Breast sonogram.
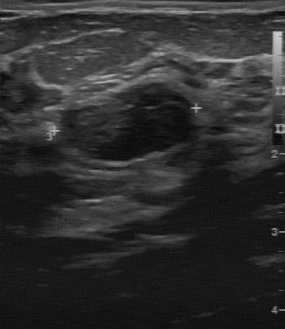
- independent BI-RADS assessment: 3
- lesion boundary: clear
- contour: regular